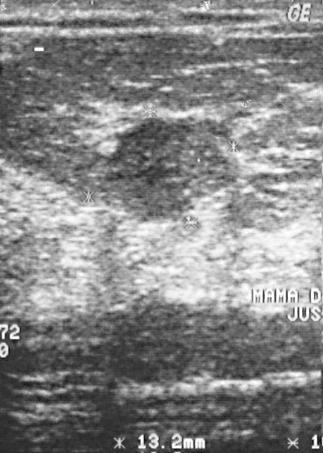
Modality: breast ultrasound image.
Biopsy or follow-up result: benign. Biopsy showed fibroadenoma, a benign finding. BI-RADS assessment: 3.